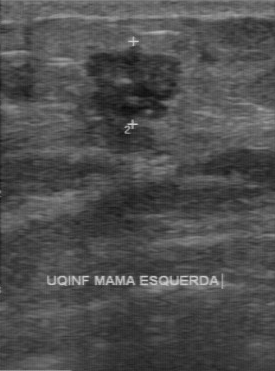
Breast ultrasound scan.
BI-RADS 5 in the original read; on a second read the margin is partially regular, the boundary somewhat unclear and the mass hypoechoic. Calcifications: none. Pathology confirmed malignant invasive ductal carcinoma.